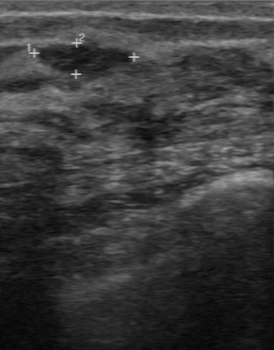
Breast ultrasound.
BI-RADS category: 3.
OUTCOME ON BIOPSY OR FOLLOW-UP: benign.